Modality: breast ultrasound.
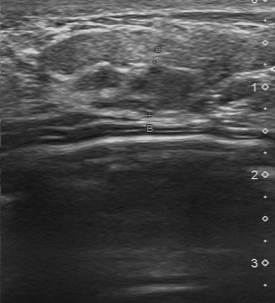
BI-RADS 4 in the original read.
On a second read by an independent reader:
The lesion is slightly hypoechoic.
There are no calcifications.
The lesion boundary is somewhat unclear.
The margin is partially regular.
Biopsy showed lobular carcinoma in situ, a malignant finding.